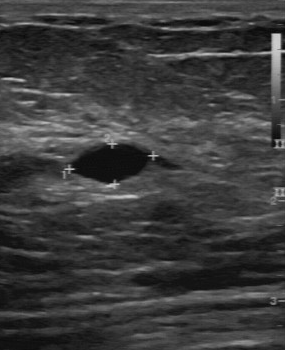
Imaging: breast ultrasound.
The mass was categorized BI-RADS 2 in the original read. On a second, independent read, a mass with a regular margin and a clear boundary is seen; it is anechoic. Histopathology: cyst (benign).